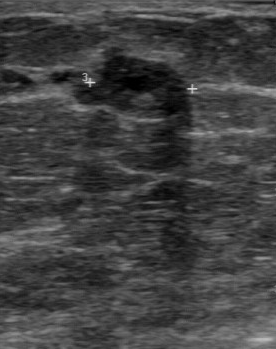
Breast ultrasound image.
This breast ultrasound image shows a lesion, benign on biopsy or follow-up. (BI-RADS category 4.)